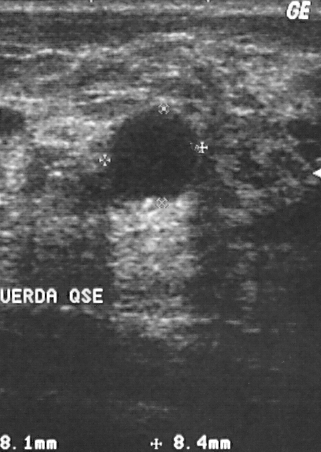
Modality: breast ultrasound scan. Scanner: GE Logiq 5 @10-12MHz.
Lesion: benign on biopsy or follow-up. BI-RADS 2.